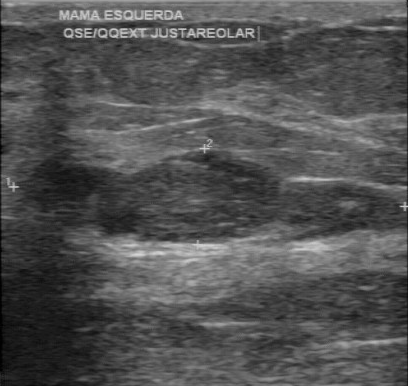
Scanner: GE Logiq 7 @10-14MHz. Breast ultrasound.
This breast ultrasound shows a breast lesion, benign on biopsy or follow-up. (BI-RADS category 3.)